Imaging: breast ultrasound.
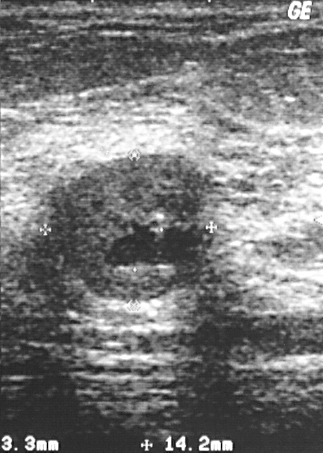
Pathology confirmed cyst.
Assigned BI-RADS 3.
The lesion is benign on biopsy or follow-up.